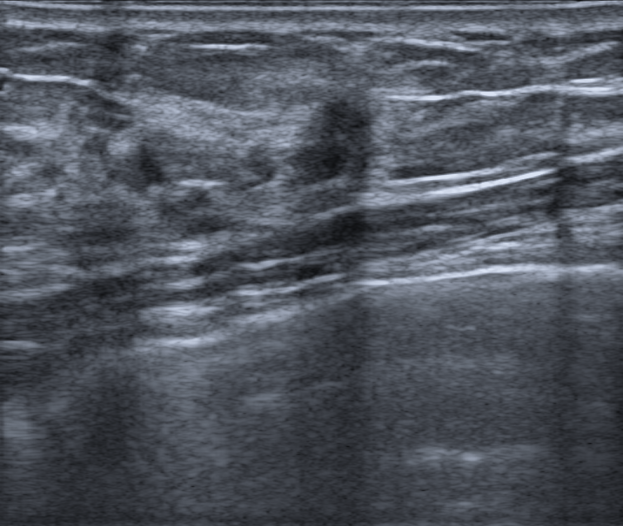
Imaging: breast sonogram.
- posterior acoustic features: shadowing
- differential: Suspicion of malignancy; Dysplasia
- verification: confirmed by biopsy
- skin thickening: absent
- echo pattern: hypoechoic
- BI-RADS: 4C
- margin: not circumscribed - indistinct
- echogenic halo: present
- shape: irregular
- pathology: Fibrosclerosis
- calcifications: none